Acquired on GE Logiq 7 @10-14MHz. Breast ultrasound scan.
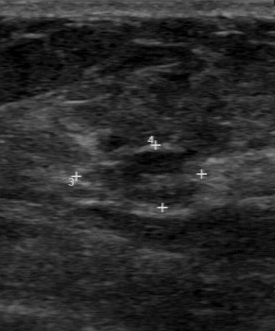
This breast ultrasound scan shows a finding with BI-RADS on independent re-read: 3, partially regular contour, slightly hypoechoic echo pattern, fairly clear boundary, calcifications: none.